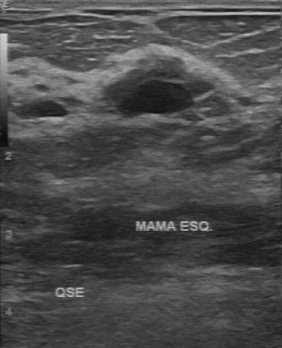
Breast ultrasound.
Biopsy or follow-up result: benign.